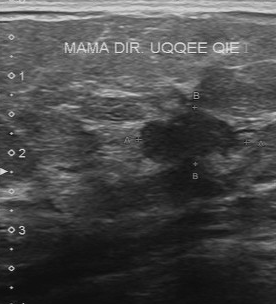
Breast sonogram.
BI-RADS (second read) is 4A.